Modality: breast sonogram.
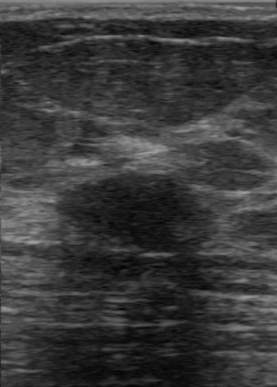
Lesion characteristics:
- BI-RADS (first reader): 3
- calcifications: none
- BI-RADS (second read): 3
- margin: regular